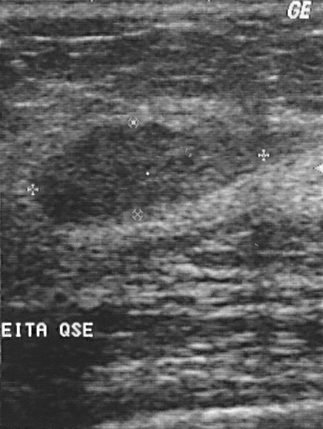
Modality: breast US.
Finding: breast lesion, benign on biopsy or follow-up.